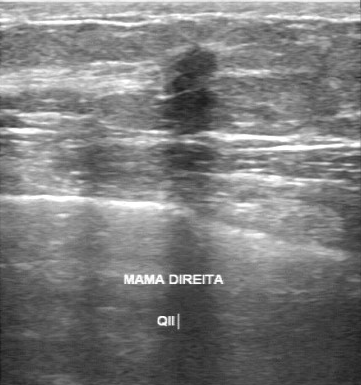
Modality: breast sonogram.
Breast sonogram findings:
- margin: irregular
- outcome on biopsy or follow-up: malignant
- BI-RADS (second read): 4A